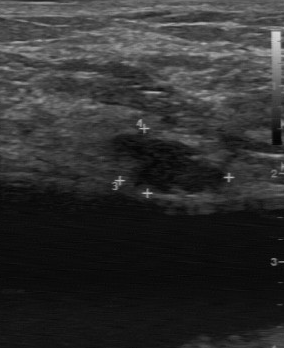
Breast US.
BI-RADS 4 in the original read; on a second read the margin is partially regular, the boundary somewhat unclear and the finding hypoechoic. Histopathology: fibroadenoma (benign).